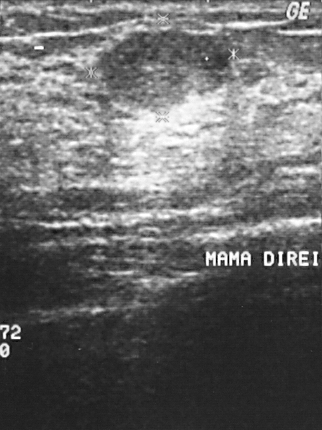
Modality: breast ultrasound image.
This breast ultrasound image shows a mass. It was assessed as BI-RADS 2. The biopsy result was fibroadenoma; the mass is benign.